Breast US.
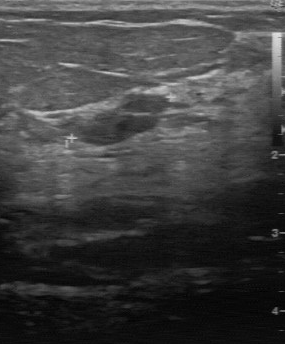
Lesion: benign on biopsy or follow-up. (BI-RADS category 3.)